Breast ultrasound.
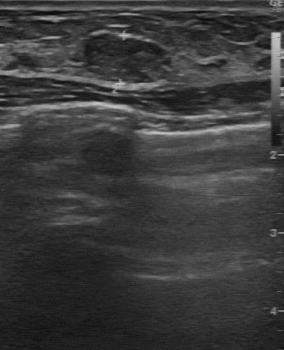
BI-RADS 3 in the original read. A second reader, independent of the original assessment, describes a slightly hypoechoic finding with a regular margin; the boundary is fairly clear. No calcifications are seen. The biopsy result was fibroadenoma; the finding is benign.